Breast ultrasound image.
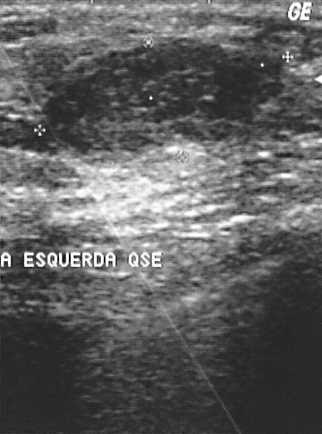
The finding demonstrates BI-RADS category: 2, biopsy or follow-up result: benign.